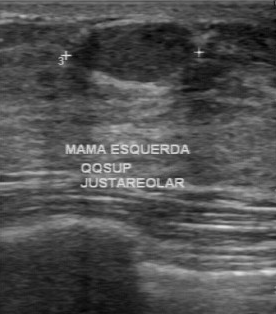
Imaging: breast ultrasound. Acquired on GE Logiq 7 @10-14MHz.
The breast lesion was categorized BI-RADS 2 in the original read. Descriptors from an independent second read (not the reader who assigned the category): Echo pattern: hypoechoic. Margin: regular. No calcifications are seen. The lesion boundary is clear. The biopsy result was fibroadenoma; the breast lesion is benign.